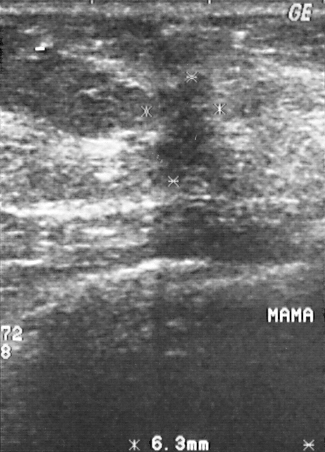
Breast sonogram.
This breast sonogram shows a mass. It was assessed as BI-RADS 4. Biopsy showed invasive ductal carcinoma, a malignant finding.